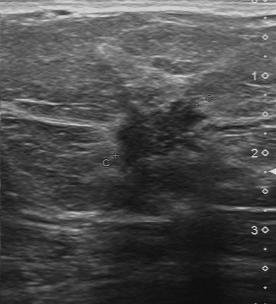
Modality: breast sonogram.
Lesion boundary: unclear. Echogenicity is hypoechoic. The BI-RADS (second read) is 4B. The margin is irregular.